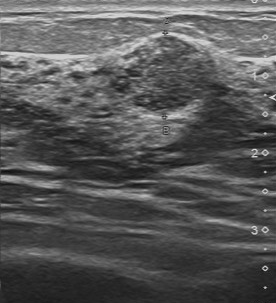
Modality: breast ultrasound image.
This breast ultrasound image shows a finding, benign on biopsy or follow-up.